Scanner: GE Logiq 7 @10-14MHz. Imaging: breast ultrasound scan.
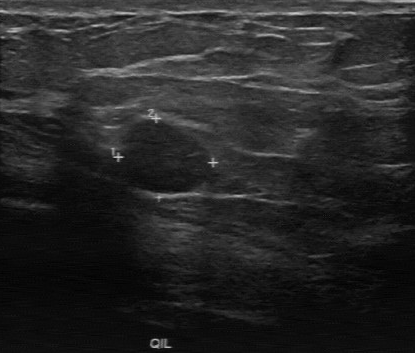
Pixel coordinates (x1, y1, x2, y2): Segment the lesion: bounding box 123 120 211 191.